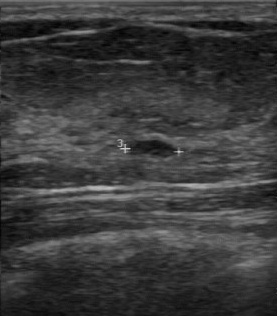
Modality: breast ultrasound scan.
Pixel coordinates (x1, y1, x2, y2): Lesion bounding box: (125,140)-(176,157).